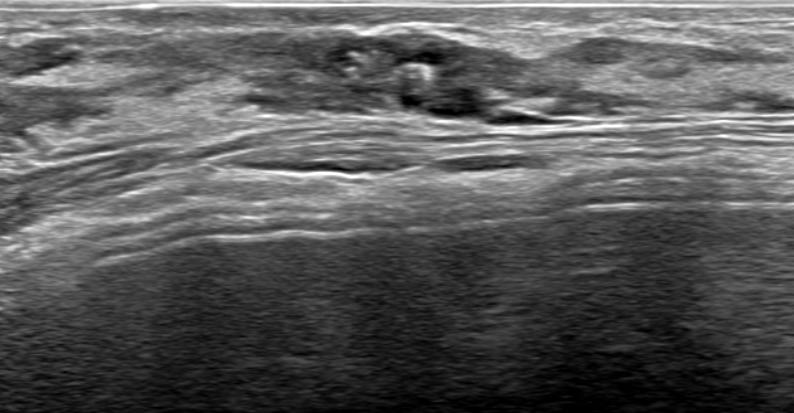
Breast ultrasound.
Breast ultrasound findings:
- verification: confirmed by biopsy
- echogenic halo: none
- lesion shape: irregular
- lesion margin: not circumscribed - indistinct
- skin thickening: absent
- BI-RADS assessment: 4B
- radiologist impression: Suspicion of malignancy; Dysplasia; Silicone implant
- echogenicity: heterogeneous